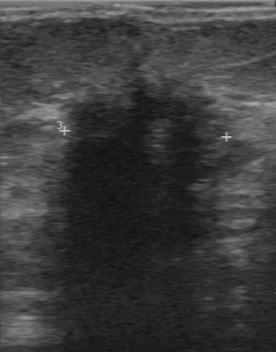
Modality: breast sonogram.
Coordinates are pixels in the 276x352 image. The breast lesion is located within the bounding box (58,81)-(219,194). The breast lesion is malignant on biopsy or follow-up. BI-RADS 4.